Modality: breast US.
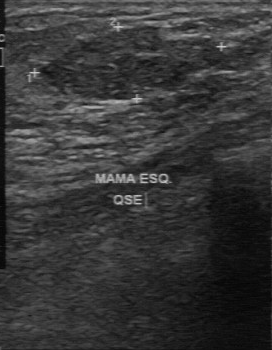
BI-RADS 2 in the original read; on a second read the margin is partially regular, the boundary fairly clear and the finding slightly hypoechoic. The biopsy result was fibroadenoma; the finding is benign.